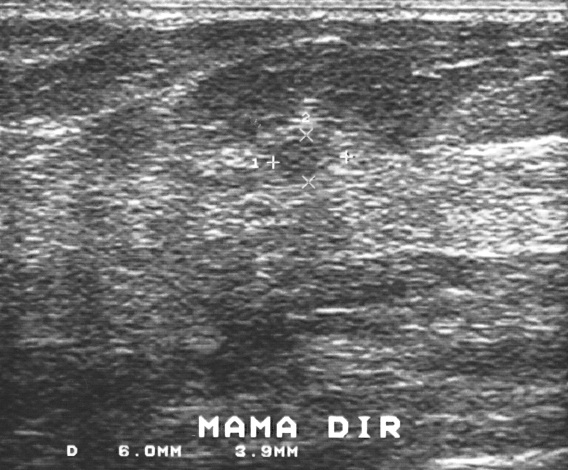
Imaging: breast sonogram.
Pathology confirmed fibroadenoma.
BI-RADS assessment: 3.
The mass is benign on biopsy or follow-up.